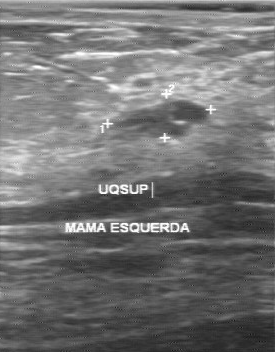
Acquired on GE Logiq 7 @10-14MHz. Modality: breast sonogram.
The breast lesion is benign on biopsy or follow-up.